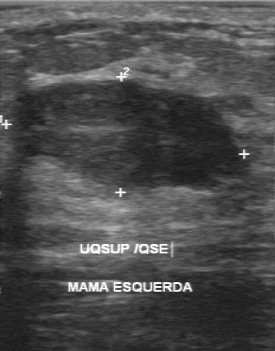
Modality: breast sonogram.
BI-RADS 3 in the original read.
A second, independent read describes the finding as follows.
The finding has a regular margin.
Its boundary is clear.
No calcifications are seen.
The finding is hypoechoic.
Biopsy showed fibroadenoma, a benign finding.